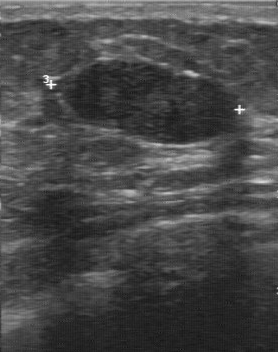
Acquired on GE Logiq 7 @10-14MHz. Imaging: breast sonogram.
This breast sonogram shows a breast lesion, benign on biopsy or follow-up. (BI-RADS category 3.)